Modality: B-mode breast ultrasound.
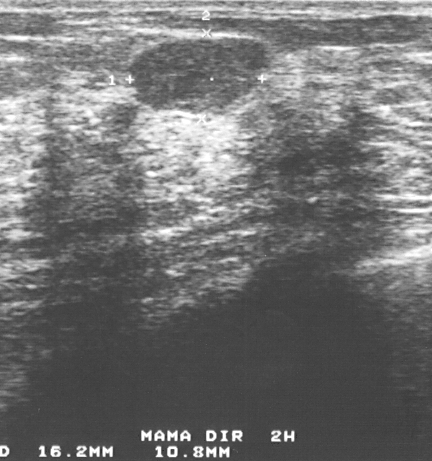
(coordinates in a 432x461 pixel frame) Segment the finding: bounding box 131 40 256 113. The finding is benign on biopsy or follow-up. BI-RADS 3.